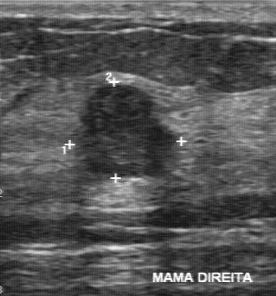
Breast ultrasound image.
A breast lesion is seen with histopathology: invasive ductal carcinoma, BI-RADS: 4.